Scanner: GE Logiq 5 @10-12MHz. Imaging: breast US.
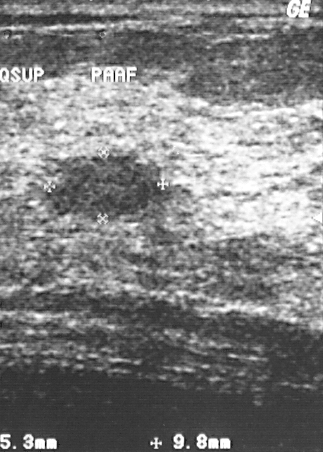
Pixel coordinates (x1, y1, x2, y2): Lesion region of interest: 47 157 150 222. The mass is benign on biopsy or follow-up. BI-RADS 2.